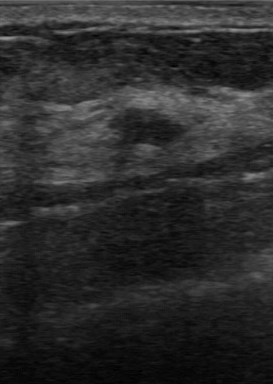
Modality: B-mode breast ultrasound.
Original-read BI-RADS category: 3. Descriptors from an independent second read (not the reader who assigned the category): Internally the breast lesion is hypoechoic. Margin: regular. The lesion boundary is clear. Calcifications: none. Histopathology: fibrocystic changes (benign).